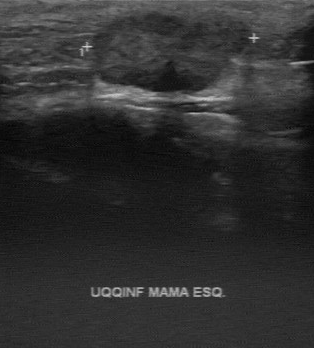
Modality: breast sonogram. Scanner: GE Logiq 7 @10-14MHz.
FINDINGS: Biopsy or follow-up result: malignant. BI-RADS on independent re-read: 4A. Lesion margin: regular. Lesion boundary: clear.